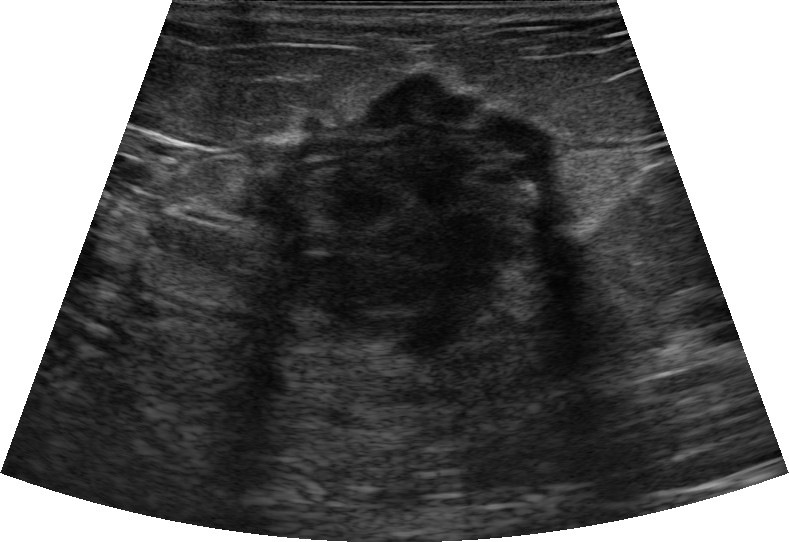
Age 70. Imaging: breast sonogram.
The finding demonstrates irregular lesion shape, hypoechoic echotexture, calcifications: none, BI-RADS: 4C, biopsy result: Invasive carcinoma of no special type (NST), not circumscribed - indistinct borders, biopsy or follow-up result: malignant, echogenic halo: none.